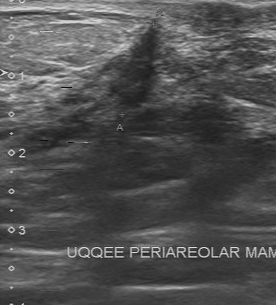
Imaging: breast US.
Breast US findings:
- calcifications: none
- echo pattern: hypoechoic
- boundary: unclear
- contour: irregular
- independent BI-RADS assessment: 4B